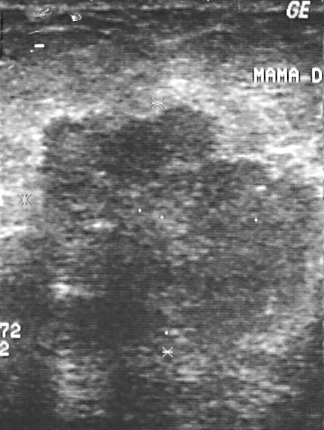
Imaging: breast ultrasound scan. Scanner: GE Logiq 5 @10-12MHz.
This breast ultrasound scan shows a breast lesion. It was assessed as BI-RADS 5. The biopsy result was invasive ductal carcinoma; the breast lesion is malignant.